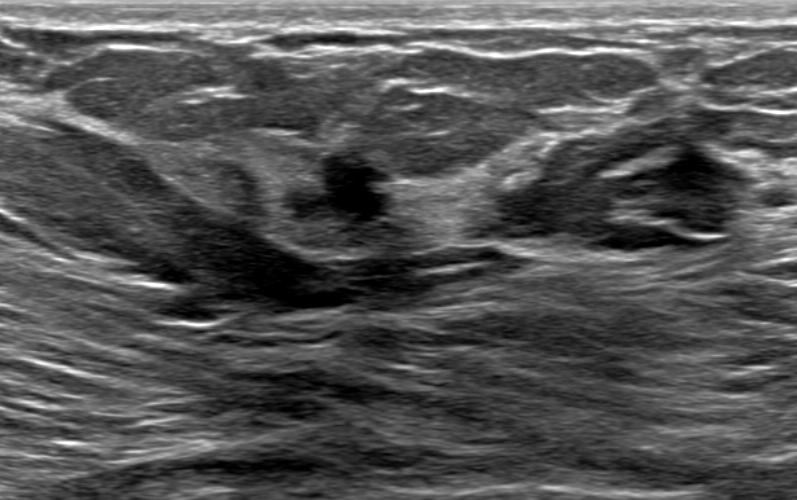
Background tissue composition: heterogeneous: predominantly fibroglandular. Breast sonogram.
The echotexture is anechoic. There is no skin thickening. Echogenic halo: none. There are no calcifications. Lesion margin is not circumscribed - angular. The radiologist impression is Suspicion of malignancy; Complex cyst / Non-simple cyst. The outcome on biopsy or follow-up is benign. The posterior features are absent. The BI-RADS is 4B.